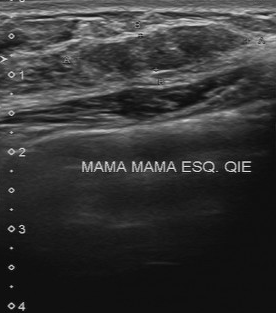
Breast US.
Biopsy or follow-up result is benign. Pathology is fibroadenoma. No calcifications are seen. Boundary: clear. Echo pattern: slightly hypoechoic. The lesion margin is regular.